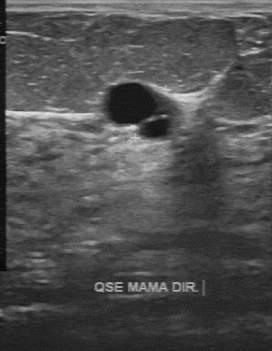
Imaging: breast ultrasound.
Pathology: sclerosing adenosis. BI-RADS: 2.
OUTCOME ON BIOPSY OR FOLLOW-UP: benign.